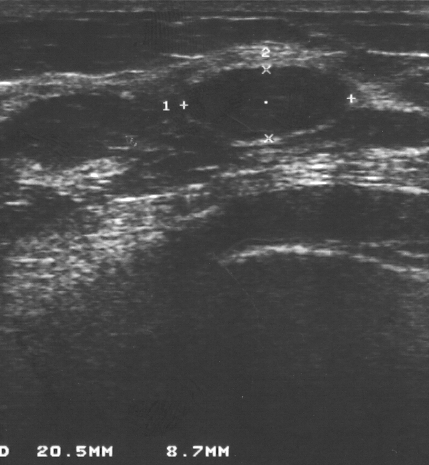
Modality: breast ultrasound image.
Coordinates are pixels in the 429x465 image. Segment the lesion: bounding box x1=185, y1=68, x2=348, y2=138.